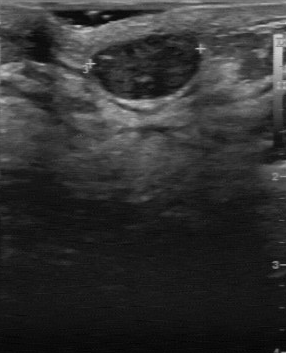
Acquired on GE Logiq 7 @10-14MHz. Imaging: breast sonogram.
- lesion margin: regular
- calcifications: absent
- internal echoes: hypoechoic
- lesion boundary: clear